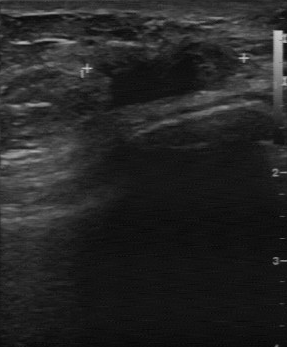
Modality: B-mode breast ultrasound.
Lesion region of interest: top-left (108, 42), bottom-right (240, 106). BI-RADS 4.